Breast ultrasound.
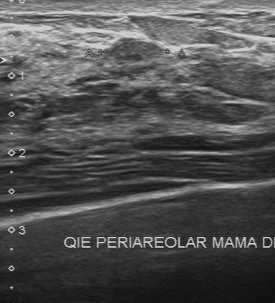
This breast ultrasound shows a lesion, benign on biopsy or follow-up. (BI-RADS category 3.)